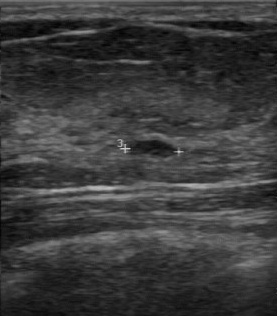
Modality: breast ultrasound scan.
The original reader assigned BI-RADS 2. Findings on the second read (an independent reader): a hypoechoic lesion, margin regular, boundary clear. There are no calcifications. Biopsy showed cyst, a benign finding.